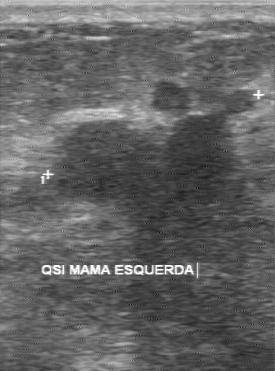
Breast ultrasound scan.
Lesion characteristics:
- biopsy or follow-up result: malignant
- BI-RADS (first reader): 4
- BI-RADS on independent re-read: 4B
- calcifications: none
- lesion margin: irregular